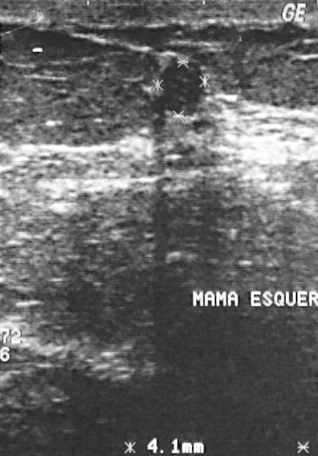
Breast ultrasound image.
This breast ultrasound image shows a breast lesion. It was assessed as BI-RADS 2. Pathology confirmed benign fibrocystic changes.